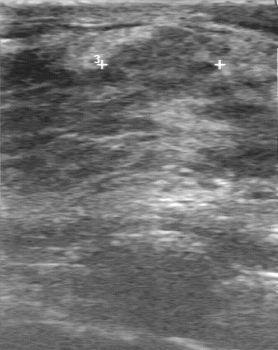
Modality: B-mode breast ultrasound.
This B-mode breast ultrasound shows a finding, benign on biopsy or follow-up.